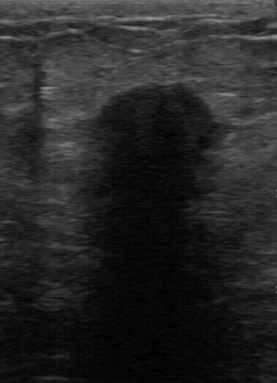
Modality: breast ultrasound image.
Breast ultrasound image findings:
- outcome on biopsy or follow-up: malignant
- BI-RADS (first reader): 4
- BI-RADS (second read): 4C
- boundary: unclear